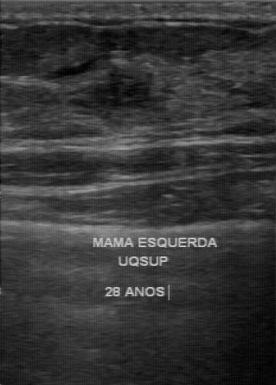
Acquired on GE Logiq 7 @10-14MHz. Modality: B-mode breast ultrasound.
Finding: lesion, benign on biopsy or follow-up.